Breast ultrasound.
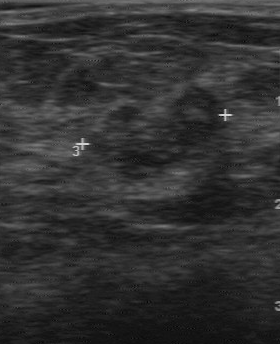
This breast ultrasound shows a lesion with BI-RADS: 4, biopsy result: invasive ductal carcinoma, outcome on biopsy or follow-up: malignant.